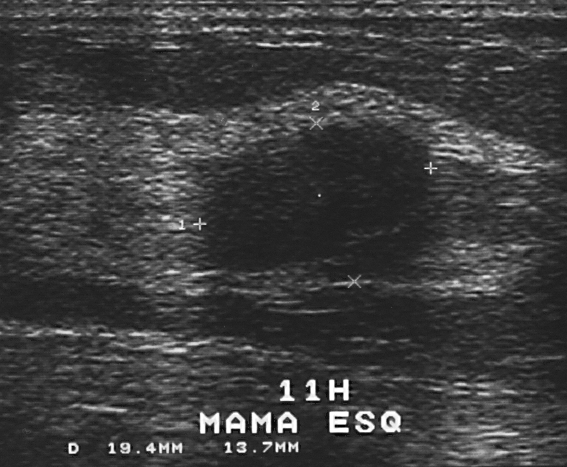
Imaging: breast ultrasound scan.
A breast lesion is present on this breast ultrasound scan. BI-RADS category 2. Histopathology: fibroadenoma (benign).